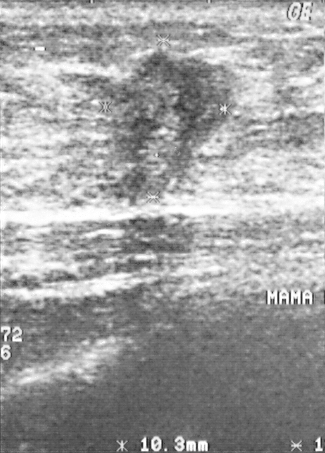
Modality: breast ultrasound image.
The biopsy result was invasive ductal carcinoma. Outcome on biopsy or follow-up: malignant. BI-RADS assessment: 5.